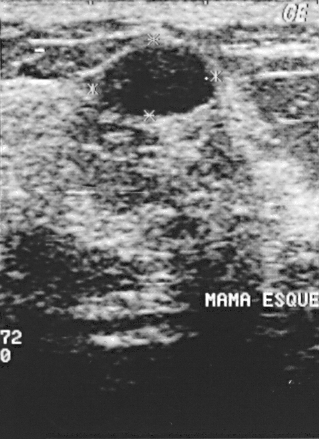
Imaging: breast sonogram. Scanner: GE Logiq 5 @10-12MHz.
The mass demonstrates outcome on biopsy or follow-up: benign, BI-RADS assessment: 2.